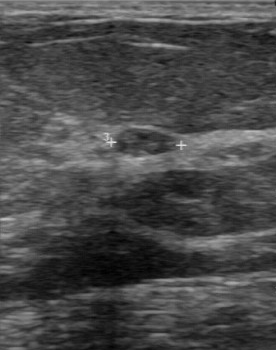
Acquired on GE Logiq 7 @10-14MHz. Imaging: breast sonogram.
The original reader assigned BI-RADS 2. The following findings are from a second reader, independent of the original assessment. Margin: regular. Its boundary is clear. Echo pattern: hypoechoic. No calcifications are seen. Biopsy showed fibroadenoma, a benign finding.